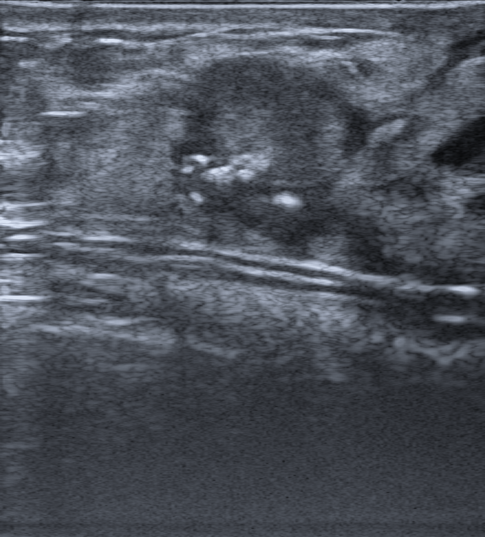
Breast ultrasound image.
An irregular, hypoechoic finding with spiculated, microlobulated and indistinct margins is seen. There are no posterior acoustic features. Calcifications are present within the mass. The finding is categorized as BI-RADS 4C; on biopsy or follow-up it was malignant. Differential on reading: Suspicion of malignancy. Biopsy confirmed invasive carcinoma of no special type (NST).